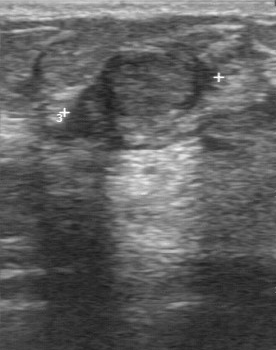
Imaging: breast sonogram.
Pixel coordinates (x1, y1, x2, y2): Mass bounding box: [67, 51, 212, 149].